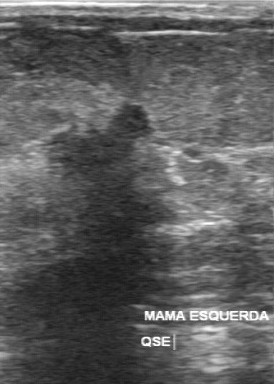
Breast US.
Boundary: unclear. The echo pattern is hypoechoic. No calcifications are seen. Margin: irregular.